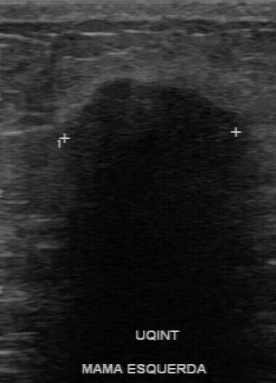
Breast ultrasound image.
BI-RADS 4 in the original read. On a second, independent read, a finding with a partially regular margin and an unclear boundary is seen; it is hypoechoic. Calcifications: none. Histopathology: invasive ductal carcinoma (malignant).